Imaging: breast ultrasound.
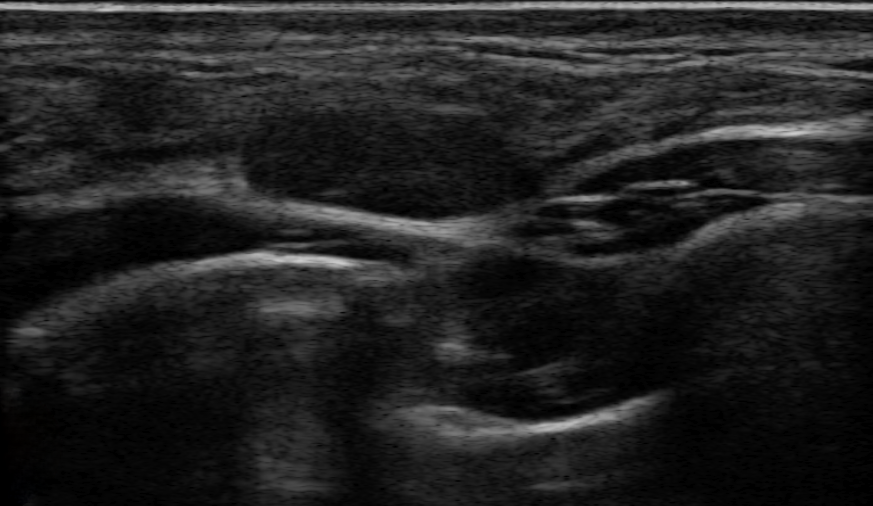
Coordinates are pixels in the 873x506 image. The mass occupies approximately (238,103)-(543,222). The mass is benign on biopsy or follow-up. BI-RADS 3.